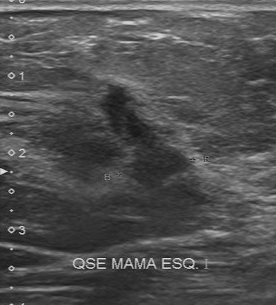
Breast ultrasound image.
FINDINGS: Biopsy result: invasive ductal carcinoma. BI-RADS category: 4.
OUTCOME ON BIOPSY OR FOLLOW-UP: malignant.